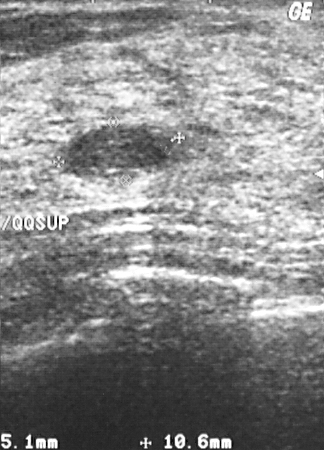
Modality: B-mode breast ultrasound.
A finding is present on this B-mode breast ultrasound. It was assessed as BI-RADS 2. Biopsy showed fibroadenoma, a benign finding.